Imaging: breast ultrasound scan. Patient age: 23.
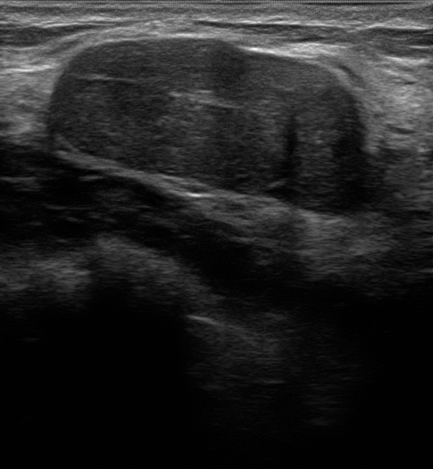
Mass bounding box: top-left (46, 32), bottom-right (395, 221). The mass is benign on biopsy or follow-up. BI-RADS 3.